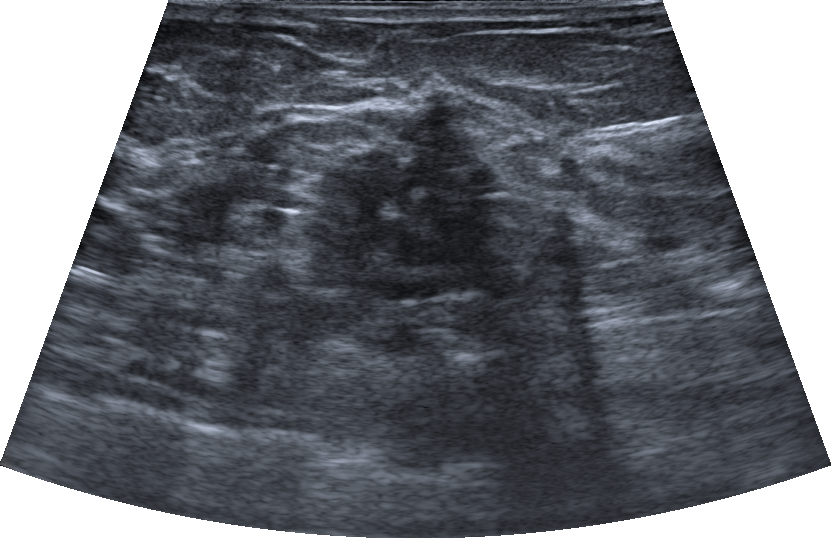
Modality: breast ultrasound image. Age 68.
Assigned BI-RADS 5. Biopsy result: Usual ductal hyperplasia (UDH); Fibrosclerosis. Radiologist's impression: Suspicion of malignancy. Shape: irregular. Margins are not circumscribed, with angular, microlobulated and indistinct features. Its echo pattern is hypoechoic. No posterior acoustic features are seen. There is no echogenic halo. There are no calcifications. There is no skin thickening.